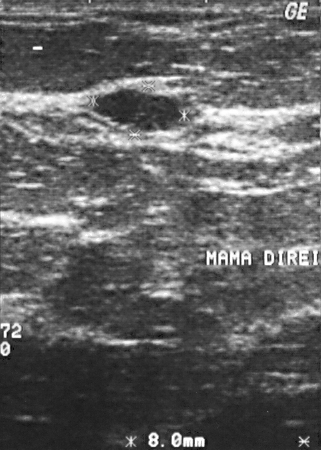
Imaging: breast sonogram.
A finding is present on this breast sonogram. It was assessed as BI-RADS 2. Biopsy showed cyst, a benign finding.